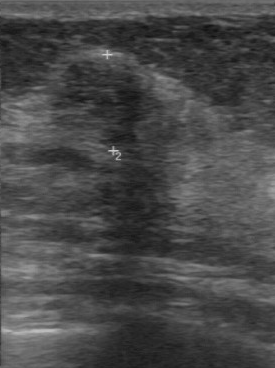
Modality: breast US.
BI-RADS 4 in the original read. Findings on the second read (an independent reader): a hypoechoic breast lesion, margin regular, boundary clear. Calcifications: none. Pathology confirmed malignant invasive ductal carcinoma.